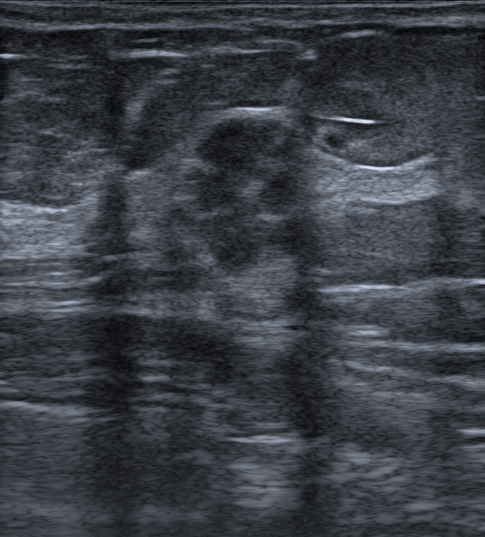
Breast ultrasound scan. Background echotexture is heterogeneous: predominantly fat.
An irregular, heterogeneous mass with margins that are not circumscribed (microlobulated and indistinct) is seen. Posterior features: none. There is no echogenic halo. There are calcifications in the mass. BI-RADS 4C; malignant on biopsy or follow-up. Biopsy confirmed invasive carcinoma of no special type (NST).